Breast ultrasound.
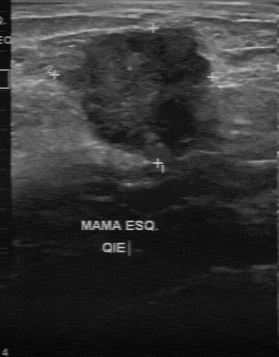
Original-read BI-RADS category: 5.
On a second read by an independent reader:
Margin: irregular.
Boundary: unclear.
Internally the finding is slightly hypoechoic.
Calcification is suspected.
Histopathology: invasive ductal carcinoma (malignant).